Breast US.
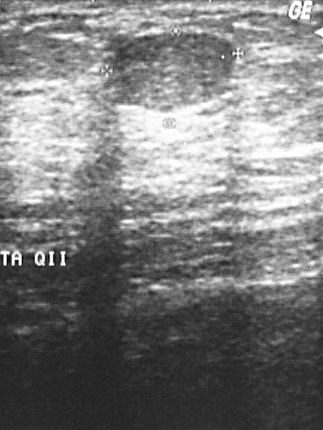
Pixel coordinates (x1, y1, x2, y2): Lesion region of interest: top-left (112, 32), bottom-right (235, 110). The breast lesion is benign on biopsy or follow-up. BI-RADS 2.